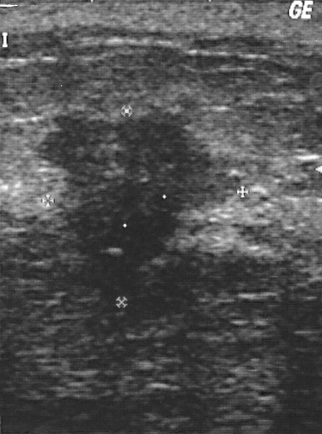
Imaging: breast ultrasound scan.
Outcome on biopsy or follow-up: malignant. BI-RADS category 4. The biopsy result was invasive ductal carcinoma.